Modality: breast sonogram.
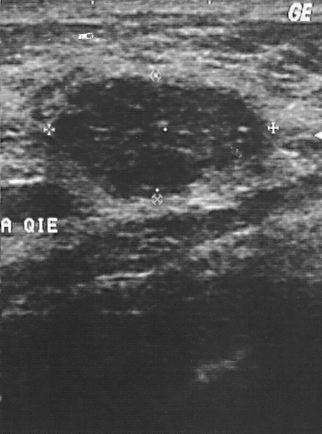
Biopsy or follow-up result: benign.
Assigned BI-RADS 2.
Pathology confirmed fibroadenoma.